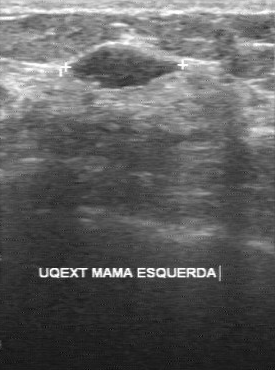
Imaging: breast ultrasound image. Scanner: GE Logiq 7 @10-14MHz.
Pixel coordinates (x1, y1, x2, y2): The lesion is located within the bounding box (68,43)-(165,88). The lesion is benign on biopsy or follow-up.